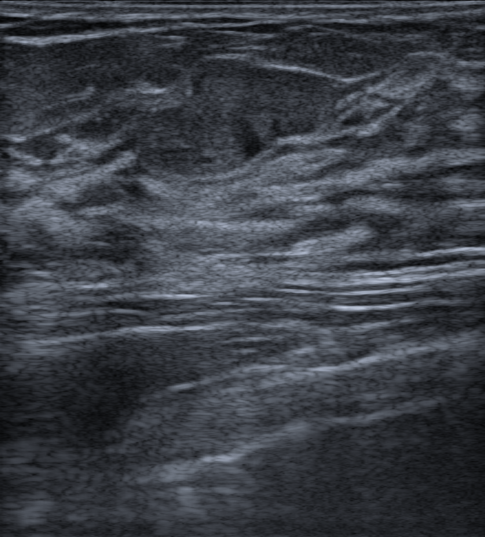
Background tissue composition: homogeneous: fibroglandular. 23-year-old patient. Breast sonogram.
FINDINGS: Echogenic halo: absent. Lesion margin: circumscribed. Skin thickening: none. Radiologist impression: Fibroadenoma. Posterior acoustic features: absent. Echotexture: isoechoic. Histopathology: Fibroadenoma. Verification: confirmed by biopsy. Lesion shape: oval. BI-RADS assessment: 4A. Calcifications: absent.
OUTCOME ON BIOPSY OR FOLLOW-UP: benign.